Scanner: Toshiba Aplio 300 @12-14 MHz. Breast ultrasound scan.
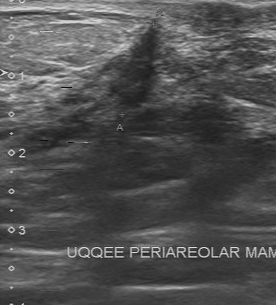
The lesion boundary is unclear. Pathology: invasive lobular carcinoma. There are no calcifications. Echo pattern: hypoechoic. Lesion margin: irregular. Biopsy or follow-up result is malignant.